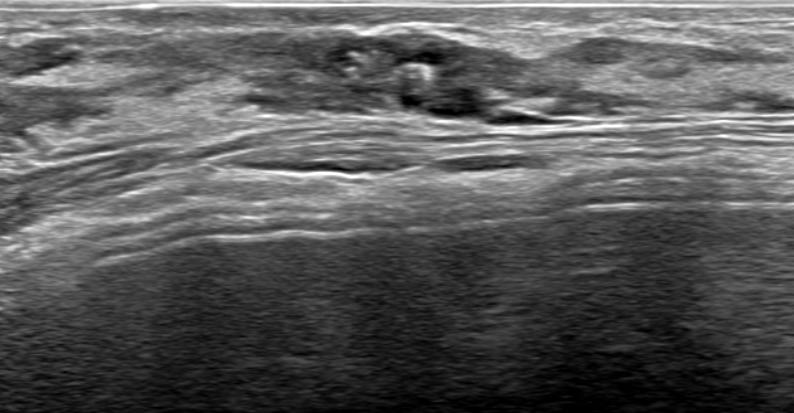
Imaging: breast sonogram.
Calcifications: in a mass.
It has an irregular shape.
Its echo pattern is heterogeneous.
Skin thickening: none.
No posterior acoustic features are seen.
No echogenic halo is seen.
The mass has indistinct margins.
Radiologist's impression: Suspicion of malignancy; Dysplasia; Silicone implant.
Biopsy or follow-up result: benign.
Biopsy result: Benign mammary dysplasia.
Assigned BI-RADS 4B.